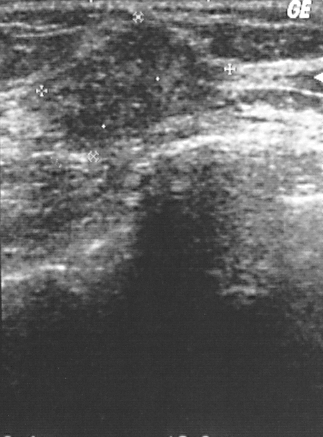
Breast ultrasound scan.
This breast ultrasound scan shows a breast lesion, malignant on biopsy or follow-up. (BI-RADS category 4.)